Scanner: GE Logiq 7 @10-14MHz. Breast ultrasound.
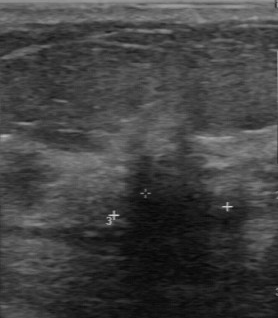
Coordinates are pixels in the 278x318 image. The lesion occupies approximately [116, 151, 234, 246]. BI-RADS 4.